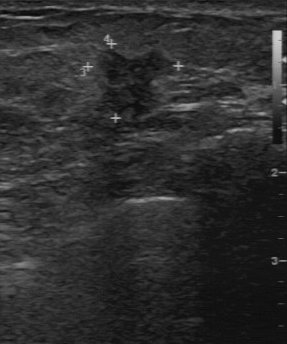
Modality: breast ultrasound image.
The original reader assigned BI-RADS 4. A second reader, independent of the original assessment, describes a slightly hypoechoic breast lesion with a partially regular margin; the boundary is fairly clear. No calcifications are seen. Biopsy showed invasive ductal carcinoma, a malignant finding.